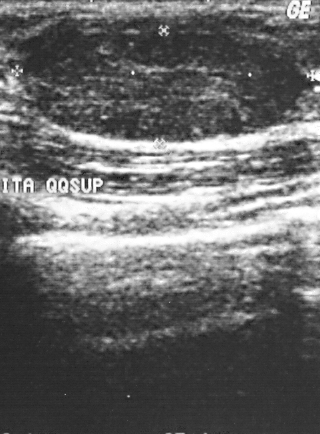
Acquired on GE Logiq 5 @10-12MHz. Breast ultrasound.
Coordinates are pixels in the 320x434 image. The breast lesion is located within the bounding box top-left (27, 34), bottom-right (305, 139).